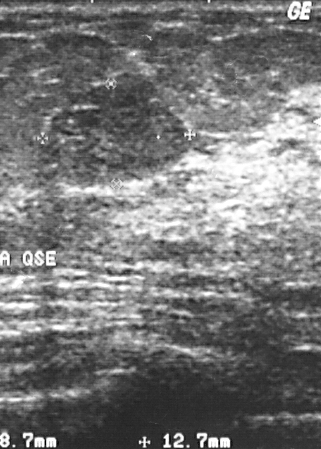
Modality: breast sonogram.
Lesion characteristics:
- outcome on biopsy or follow-up: benign
- BI-RADS: 2